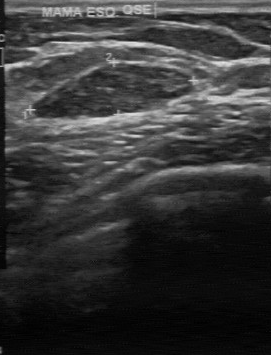
Imaging: breast ultrasound scan. Scanner: GE Logiq 7 @10-14MHz.
The original reader assigned BI-RADS 2.
Descriptors from an independent second read (not the reader who assigned the category):
There are no calcifications.
The breast lesion is slightly hypoechoic.
The margin is regular.
The lesion boundary is clear.
The biopsy result was fibroadenoma; the breast lesion is benign.